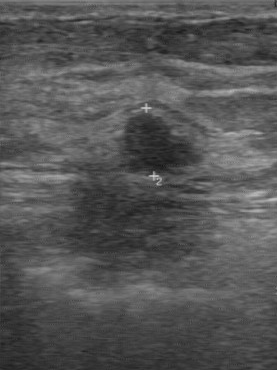
Modality: breast sonogram.
FINDINGS: Lesion boundary: clear. Calcifications: none. BI-RADS (first reader): 4. Echo pattern: hypoechoic. Histopathology: fibroadenoma. Margin: irregular. BI-RADS on independent re-read: 4A. Confirmed outcome (biopsy or follow-up): benign.